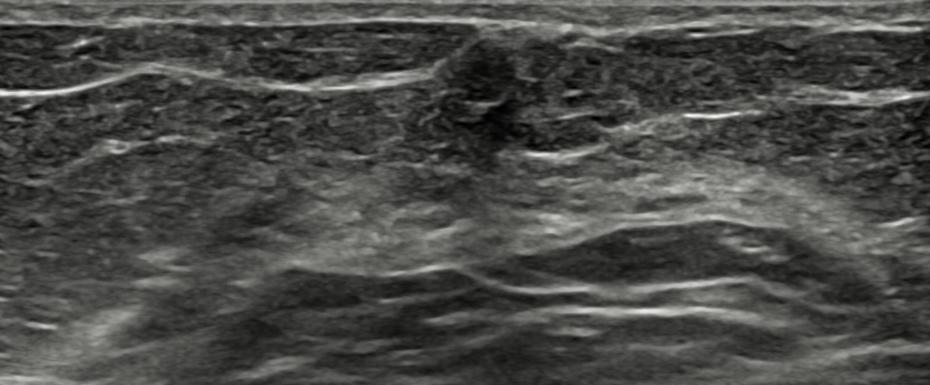
Imaging: B-mode breast ultrasound.
The finding appears round. Margin: circumscribed. Internally the finding is isoechoic. Posterior features: none. No echogenic halo is seen. Calcifications: none. There is no skin thickening. Histopathology: Benign mammary dysplasia. This finding proved benign on biopsy or follow-up. Differential on reading: Cyst filled with thick fluid; Dysplasia; Fibroadenoma. The finding is assessed as BI-RADS 3.